Imaging: B-mode breast ultrasound.
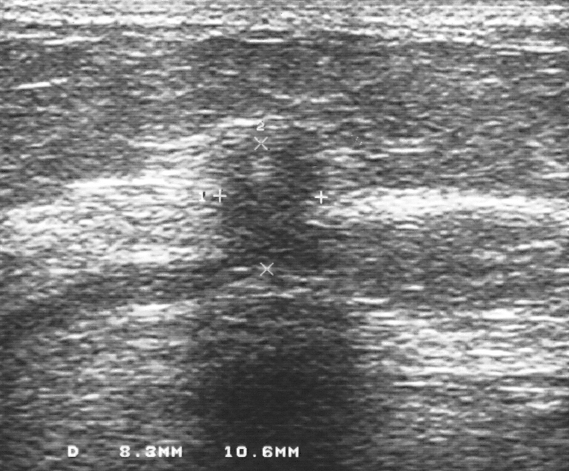
The mass is located within the bounding box (211,129)-(329,271). The mass is malignant on biopsy or follow-up.